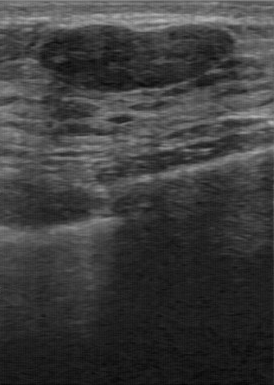
Modality: B-mode breast ultrasound.
The mass was categorized BI-RADS 2 in the original read. On a second read by an independent reader: The mass is hypoechoic. The margin is regular. The lesion boundary is clear. No calcifications are seen. Biopsy showed fibroadenoma, a benign finding.